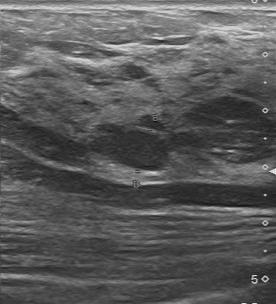
Scanner: Toshiba Aplio 300 @12-14 MHz. Modality: breast ultrasound.
Pixel coordinates (x1, y1, x2, y2): Segment the finding: bounding box 89 130 169 170. The finding is benign on biopsy or follow-up.